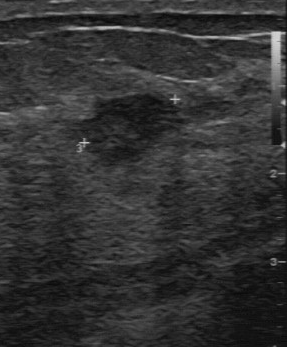
Modality: breast ultrasound scan.
Outcome on biopsy or follow-up: benign. BI-RADS 4.